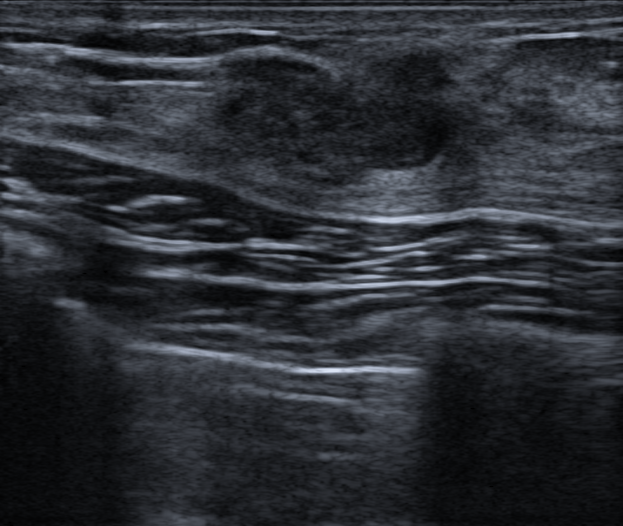
Breast ultrasound image.
The lesion occupies approximately top-left (194, 40), bottom-right (469, 191). The lesion is benign on biopsy or follow-up.